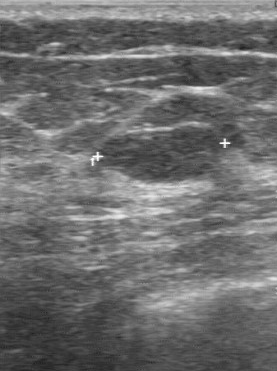
Modality: breast ultrasound. Acquired on GE Logiq 7 @10-14MHz.
Biopsy or follow-up result: benign.